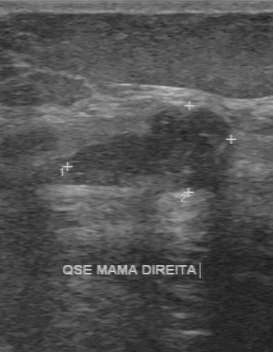
Breast sonogram.
Breast sonogram findings:
- echogenicity: hypoechoic
- calcifications: absent
- BI-RADS (second read): 3
- lesion boundary: clear
- confirmed outcome (biopsy or follow-up): benign
- contour: regular